Imaging: breast ultrasound image.
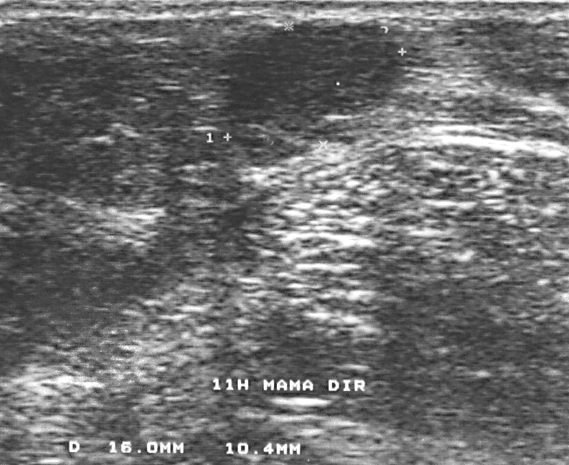
Outcome on biopsy or follow-up: benign. Assigned BI-RADS 3. Histopathology: fibroadenoma (benign).